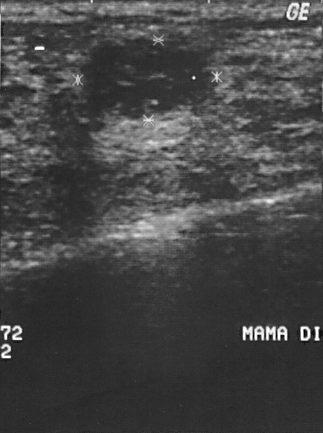
Acquired on GE Logiq 5 @10-12MHz. Imaging: breast ultrasound.
The lesion is benign on biopsy or follow-up. BI-RADS 2.